Imaging: breast ultrasound image.
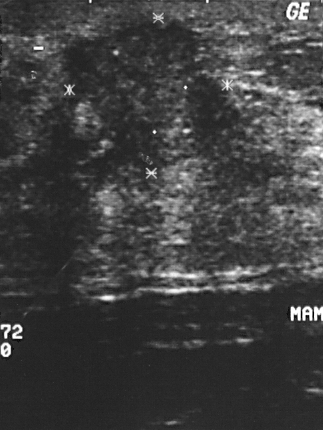
Lesion region of interest: [59, 20, 241, 174]. The breast lesion is malignant on biopsy or follow-up. BI-RADS 4.